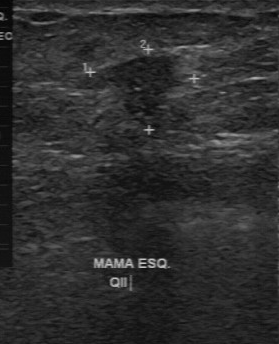
B-mode breast ultrasound.
Biopsy or follow-up result: malignant.